Modality: breast ultrasound image.
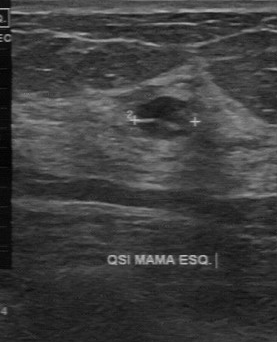
No calcifications are seen. Outcome on biopsy or follow-up is benign. The BI-RADS (first reader) is 2. The biopsy result is cyst. BI-RADS (second read) is 3.